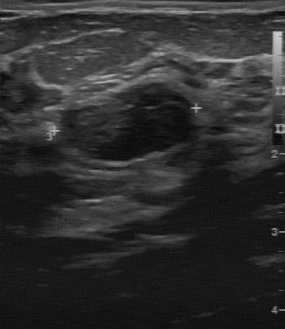
Modality: breast ultrasound scan. Scanner: GE Logiq 7 @10-14MHz.
The mass was categorized BI-RADS 3 in the original read. On a second, independent read, a mass with a regular margin and a clear boundary is seen; it is hypoechoic. Pathology confirmed benign fibroadenoma.